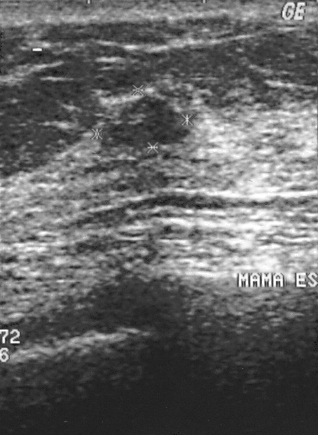
Modality: breast sonogram.
FINDINGS: BI-RADS assessment: 2. Biopsy or follow-up result: benign. Histopathology: fibrocystic changes.
OUTCOME ON BIOPSY OR FOLLOW-UP: benign.